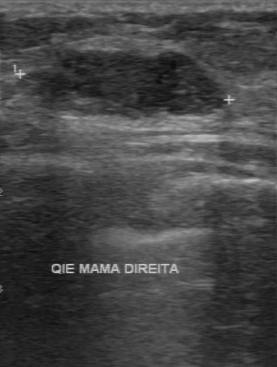
Modality: breast ultrasound image.
FINDINGS: BI-RADS category: 3.
OUTCOME ON BIOPSY OR FOLLOW-UP: benign.